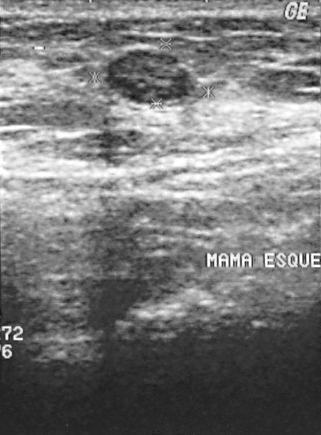
Breast ultrasound scan. Scanner: GE Logiq 5 @10-12MHz.
A breast lesion is present on this breast ultrasound scan. BI-RADS category 2. Histopathology: fibroadenoma (benign).